Imaging: breast sonogram. Scanner: GE Logiq 5 @10-12MHz.
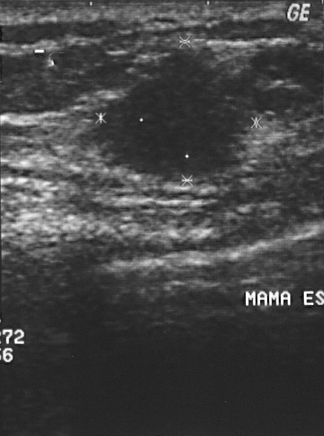
This breast sonogram shows a finding. Assessment: BI-RADS 4. Pathology confirmed malignant invasive ductal carcinoma.